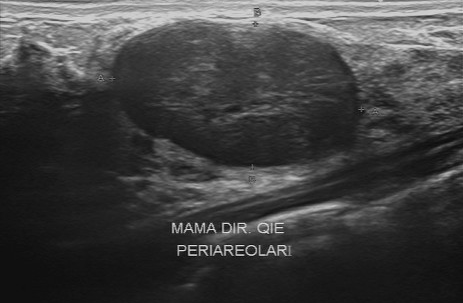
Imaging: breast ultrasound image.
This breast ultrasound image shows a mass, benign on biopsy or follow-up. (BI-RADS category 3.)